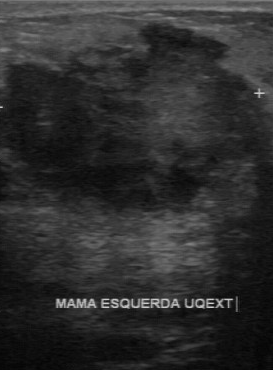
Imaging: breast ultrasound image.
Original-read BI-RADS category: 5. A second, independent read describes the lesion as follows. Margin: irregular. Boundary: unclear. The lesion is heterogeneous. No calcifications are seen. Biopsy showed invasive ductal carcinoma, a malignant finding.